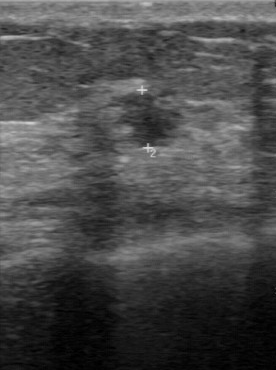
Acquired on GE Logiq 7 @10-14MHz. Breast sonogram.
BI-RADS 4 in the original read. Findings on the second read (an independent reader): a hypoechoic mass, margin regular, boundary clear. The biopsy result was sclerosing adenosis; the mass is benign.